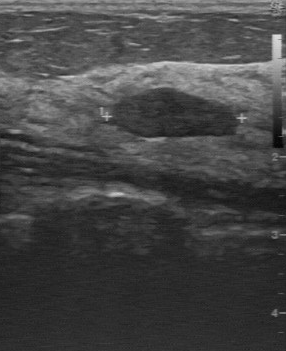
Scanner: GE Logiq 7 @10-14MHz. Imaging: breast ultrasound image.
FINDINGS: Breast ultrasound image. Second-reader BI-RADS: 3. Pathology: fibroadenoma. BI-RADS (first reader): 2.
OUTCOME ON BIOPSY OR FOLLOW-UP: benign.